B-mode breast ultrasound.
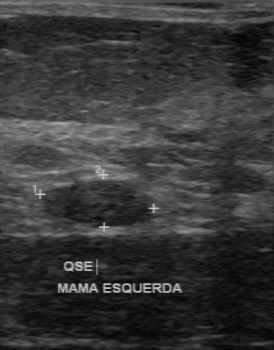
The mass was assessed as BI-RADS 3 by the original reader. On a second, independent read, a mass with a regular margin and a clear boundary is seen; it is slightly hypoechoic. No calcifications are seen. Histopathology: fibroadenoma (benign).